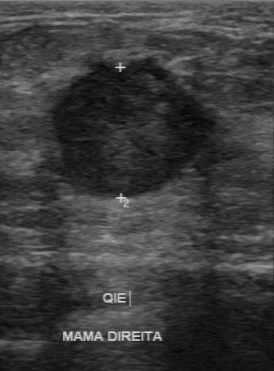
Breast ultrasound.
- biopsy result: invasive ductal carcinoma
- lesion margin: partially regular
- calcifications: none
- lesion boundary: somewhat unclear
- internal echoes: hypoechoic